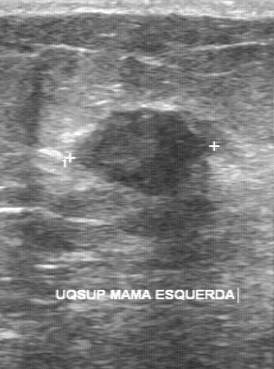
Modality: breast ultrasound.
BI-RADS (first reader): 4. The second-reader BI-RADS is 3.